Breast sonogram. Scanner: GE Logiq 7 @10-14MHz.
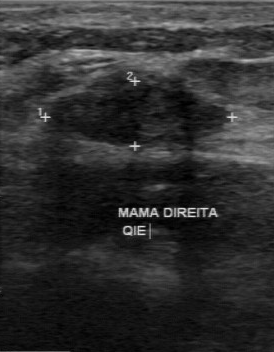
BI-RADS category is 3. The pathology is fibroadenoma.